Imaging: B-mode breast ultrasound. Acquired on GE Logiq 7 @10-14MHz.
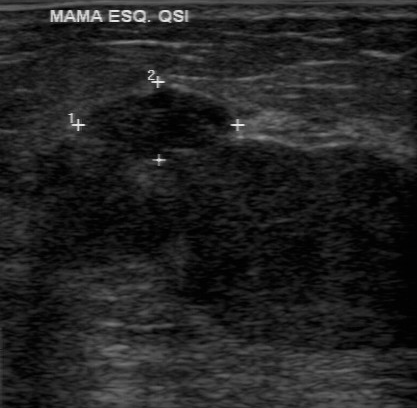
FINDINGS: B-mode breast ultrasound. Independent BI-RADS assessment: 3. Calcifications: absent.
OUTCOME ON BIOPSY OR FOLLOW-UP: malignant.